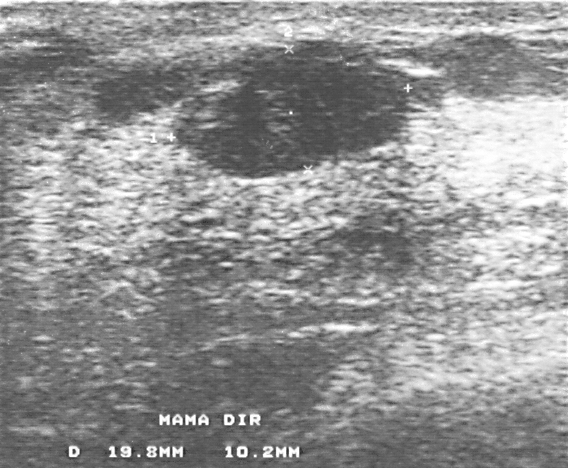
Breast sonogram.
A breast lesion is seen with outcome on biopsy or follow-up: benign, biopsy result: fibroadenoma, BI-RADS assessment: 3.